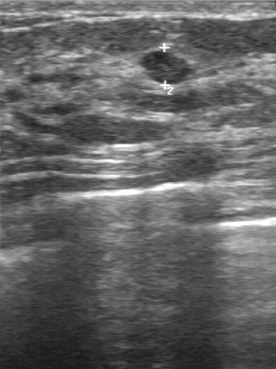
Imaging: breast ultrasound scan. Acquired on GE Logiq 7 @10-14MHz.
The finding was assessed as BI-RADS 3 by the original reader. Descriptors from an independent second read (not the reader who assigned the category): The finding has a regular margin. Calcifications: none. The lesion boundary is clear. The finding is slightly hypoechoic. Biopsy showed fibroadenoma, a benign finding.